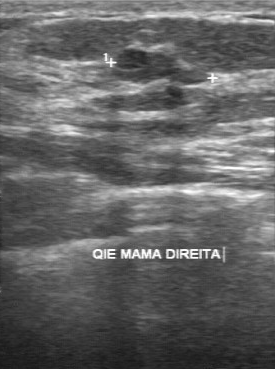
Modality: breast ultrasound scan.
A breast lesion is seen with BI-RADS assessment: 3.